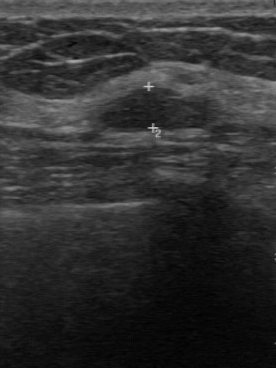
Imaging: breast US.
The finding is benign on biopsy or follow-up.